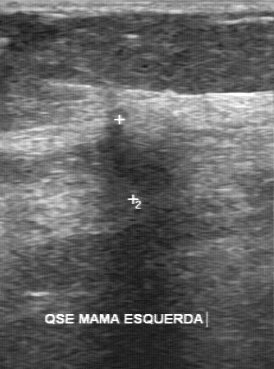
Modality: B-mode breast ultrasound.
B-mode breast ultrasound findings:
- BI-RADS category: 5
- confirmed outcome (biopsy or follow-up): malignant